Imaging: breast ultrasound image.
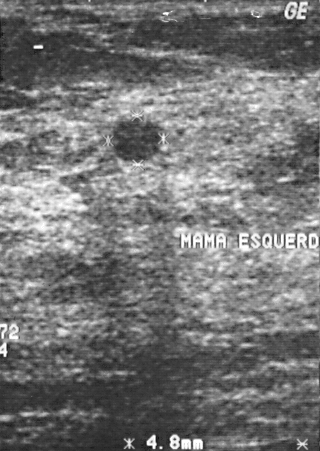
BI-RADS category 2. Outcome on biopsy or follow-up: benign. Biopsy showed fibrocystic changes.